Imaging: breast ultrasound scan.
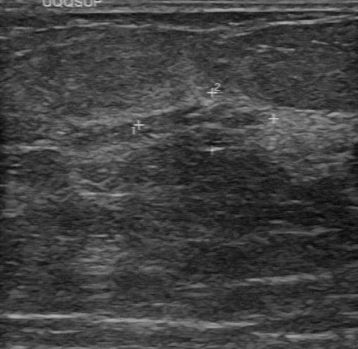
Pixel coordinates (x1, y1, x2, y2): The lesion is located within the bounding box [136, 103, 268, 151].